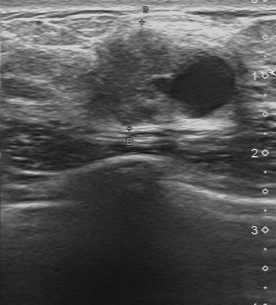
Imaging: breast ultrasound image.
Outcome on biopsy or follow-up: malignant.